Breast ultrasound.
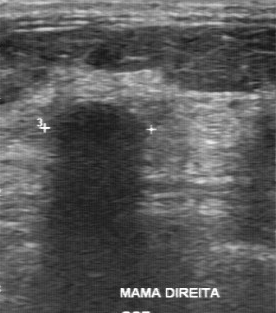
Margin is regular. BI-RADS on independent re-read is 4A. BI-RADS (first reader) is 2. There are no calcifications.